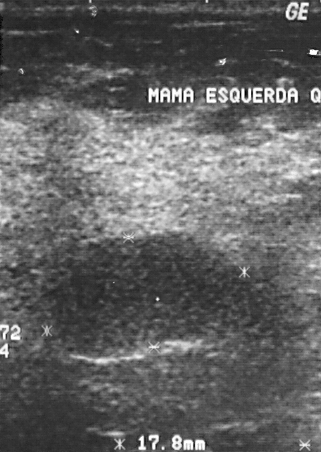
Breast ultrasound.
Outcome on biopsy or follow-up: benign. BI-RADS category 4. Biopsy showed fibroadenoma.